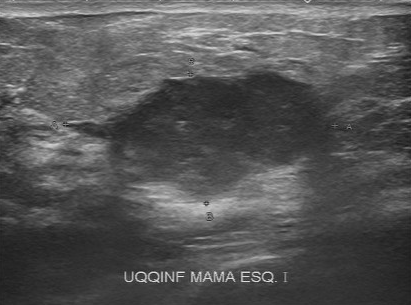
Modality: breast ultrasound.
BI-RADS 5 in the original read; on a second read the margin is partially regular, the boundary somewhat unclear and the lesion hypoechoic. The biopsy result was invasive ductal carcinoma; the lesion is malignant.